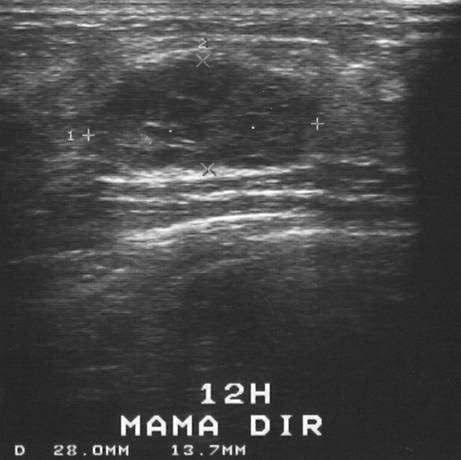
Modality: breast sonogram.
A finding is present on this breast sonogram. BI-RADS category 4. Pathology confirmed benign fibroadenoma.